Imaging: breast ultrasound scan.
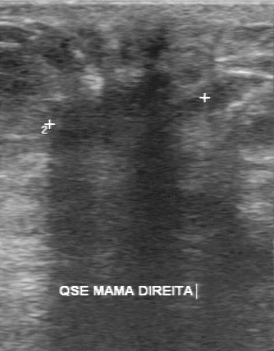
Biopsy or follow-up result: malignant.